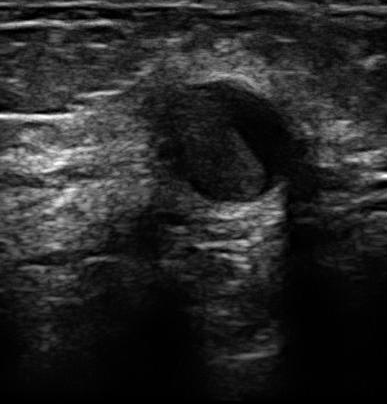
Modality: breast ultrasound scan.
(coordinates in a 387x404 pixel frame) Lesion region of interest: x1=156, y1=82, x2=293, y2=201.